Breast sonogram.
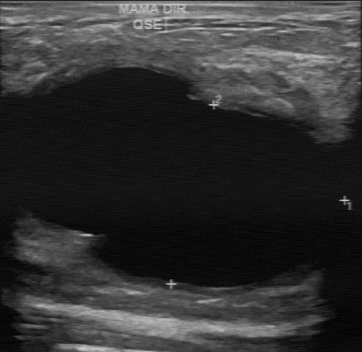
The mass was assessed as BI-RADS 2 by the original reader. A second, independent read describes the mass as follows. Margin: partially regular. Its boundary is fairly clear. Echo pattern: hypoechoic. No calcifications are seen. Histopathology: cyst (benign).